Breast US.
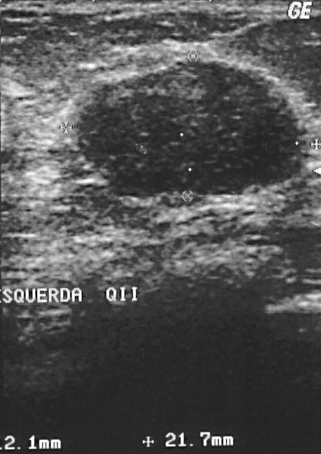
A lesion is seen. BI-RADS category 2. The biopsy result was fibroadenoma; the lesion is benign.